Breast sonogram.
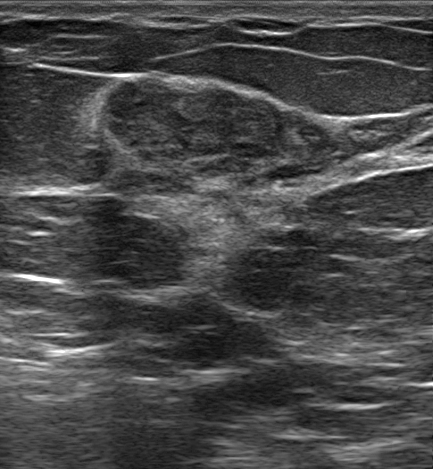
This breast sonogram shows a breast lesion with irregular lesion shape, isoechoic echogenicity, differential: Suspicion of malignancy; Fibroadenoma; Intraductal papilloma, calcifications: absent, BI-RADS category: 4A, posterior acoustic features: combined, outcome on biopsy or follow-up: benign, skin thickening: none, verification: confirmed by biopsy, not circumscribed - indistinct lesion margin, echogenic halo: absent.